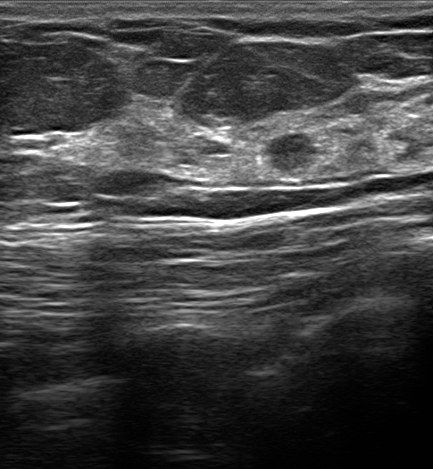
Breast ultrasound scan.
Breast ultrasound scan findings:
- lesion margin: not circumscribed - indistinct
- BI-RADS assessment: 4B
- echogenic halo: none
- shape: irregular
- radiologist impression: Suspicion of malignancy; Dysplasia; Fibroadenoma; Intraductal papilloma
- posterior features: absent